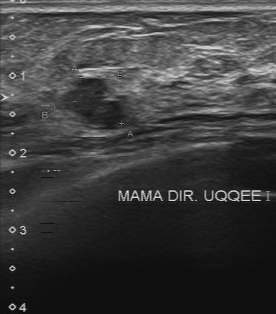
Modality: breast ultrasound.
This breast ultrasound shows a breast lesion, benign on biopsy or follow-up. BI-RADS 4.